Acquired on Toshiba Aplio 300 @12-14 MHz. Modality: breast ultrasound.
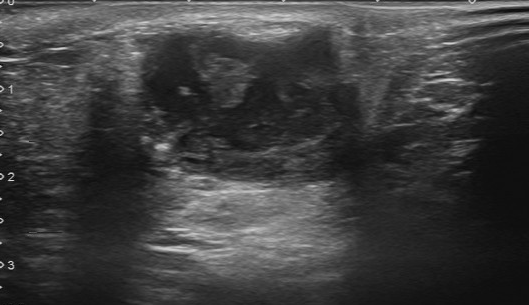
Pixel coordinates (x1, y1, x2, y2): Segment the breast lesion: bounding box 130 23 371 189.